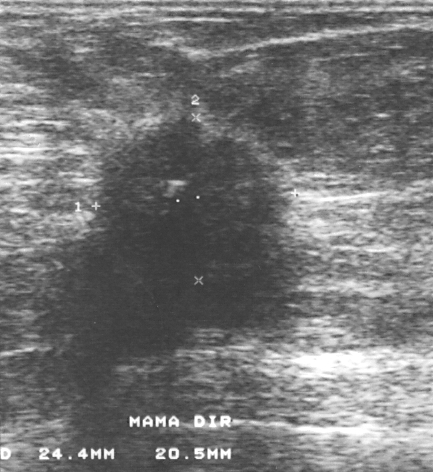
Modality: breast sonogram.
This breast sonogram shows a breast lesion with BI-RADS: 4, pathology: invasive ductal carcinoma, biopsy or follow-up result: malignant.